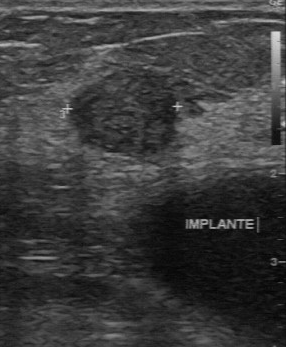
Acquired on GE Logiq 7 @10-14MHz. Imaging: B-mode breast ultrasound.
- BI-RADS (second read): 4A
- outcome on biopsy or follow-up: benign